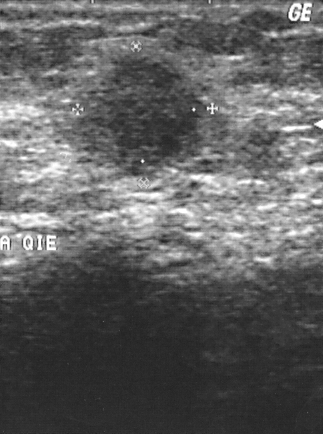
Imaging: breast US. Acquired on GE Logiq 5 @10-12MHz.
The breast lesion is malignant on biopsy or follow-up. Assigned BI-RADS 4. Pathology confirmed invasive ductal carcinoma.